Breast US.
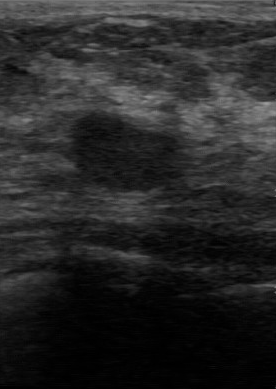
Coordinates are pixels in the 276x389 image. The finding is located within the bounding box [68, 114, 179, 190]. The finding is benign on biopsy or follow-up. BI-RADS 3.